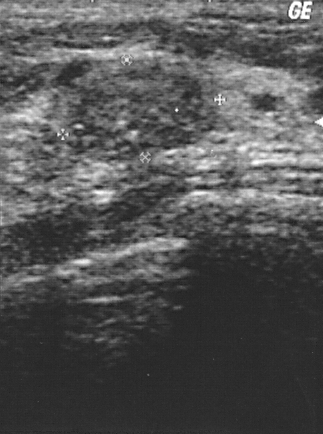
Breast sonogram.
A finding is seen. It was assessed as BI-RADS 2. Biopsy showed fibrocystic changes, a benign finding.